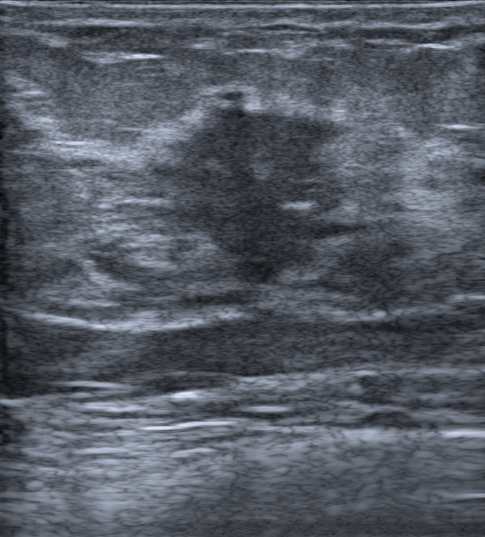
Modality: breast ultrasound scan. 37-year-old patient.
Radiologist's impression: Suspicion of malignancy. Biopsy result: Invasive carcinoma of no special type (NST). BI-RADS category 4C. This finding proved malignant on biopsy or follow-up. There is no skin thickening. The margin is not circumscribed (spiculated, microlobulated and indistinct). It has an irregular shape. There is an echogenic halo. Calcifications: none. No posterior acoustic features are seen. Echogenicity: hypoechoic.